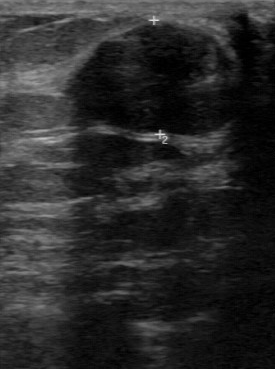
Imaging: breast US.
The mass was categorized BI-RADS 3 in the original read. The following findings are from a second reader, independent of the original assessment. Margin: regular. Its boundary is clear. Internally the mass is hypoechoic. Calcifications: none. Biopsy showed fibroadenoma, a benign finding.